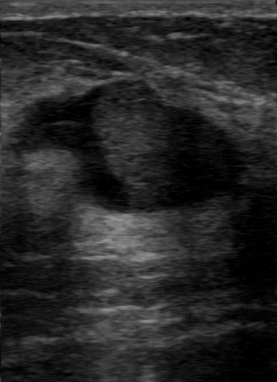
Imaging: B-mode breast ultrasound.
Original-read BI-RADS category: 4. Findings on the second read (an independent reader): a mass of mixed cystic and solid echotexture, margin regular, boundary somewhat unclear. Histopathology: intraductal papilloma (benign).